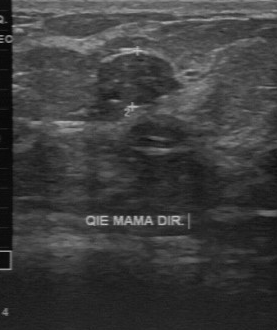
Imaging: B-mode breast ultrasound.
(coordinates in a 277x330 pixel frame) The finding is located within the bounding box 98 54 174 104. The finding is benign on biopsy or follow-up.